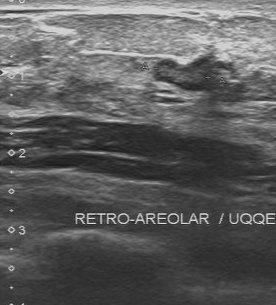
Scanner: Toshiba Aplio 300 @12-14 MHz. Breast US.
This breast US shows a mass with outcome on biopsy or follow-up: benign, second-reader BI-RADS: 3.